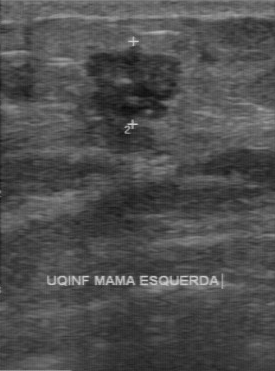
Breast ultrasound image. Scanner: GE Logiq 7 @10-14MHz.
Coordinates are pixels in the 275x371 image. Segment the finding: bounding box top-left (84, 47), bottom-right (184, 125).